Imaging: breast US. Acquired on U-Systems @10-14MHz.
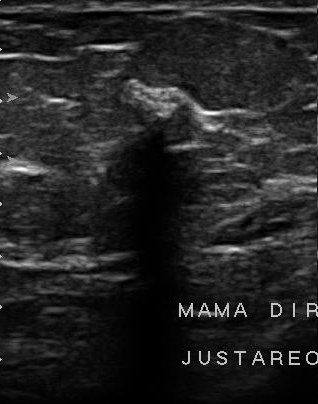
A lesion is seen with pathology: invasive ductal carcinoma, hypoechoic internal echoes, unclear lesion boundary, irregular contour, calcifications: absent.